Modality: breast ultrasound. Scanner: GE Logiq 7 @10-14MHz.
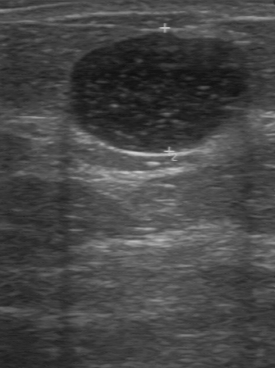
Boundary: clear. Margin is regular. Internal echoes: hypoechoic. There are no calcifications.